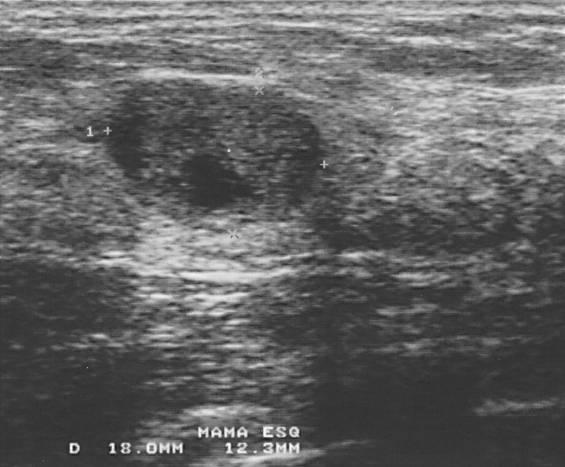
Modality: breast US. Acquired on GE Logiq 5 @10-12MHz.
A lesion is seen. Assessment: BI-RADS 3. The biopsy result was fibroadenoma; the lesion is benign.